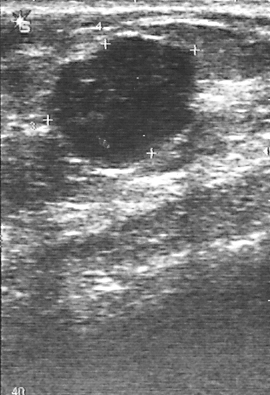
Modality: breast ultrasound scan.
Lesion region of interest: x1=49, y1=35, x2=197, y2=162. The breast lesion is benign on biopsy or follow-up.